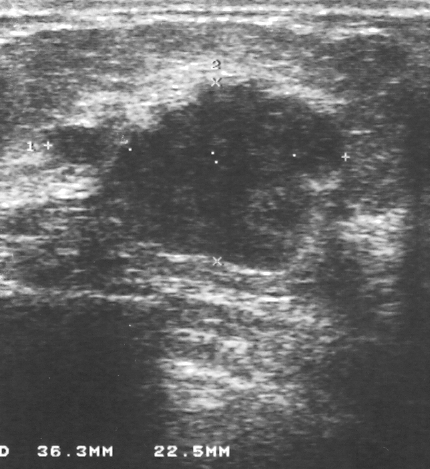
Breast ultrasound image.
Biopsy or follow-up result: malignant.